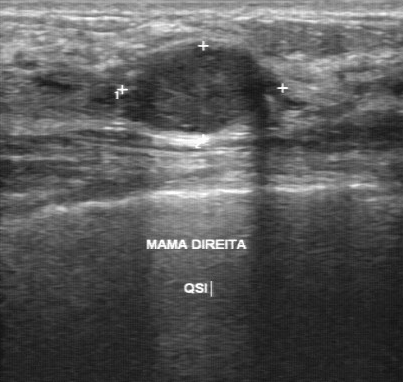
B-mode breast ultrasound. Scanner: GE Logiq 7 @10-14MHz.
Original-read BI-RADS category: 4. On a second, independent read, a mass with a regular margin and a clear boundary is seen; it is slightly hypoechoic. Calcifications: none. Biopsy showed intraductal papilloma, a benign finding.